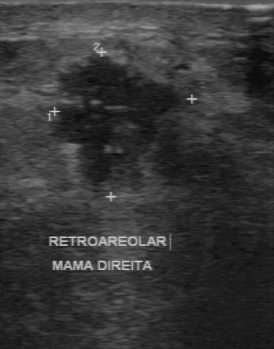
Imaging: breast US.
- BI-RADS: 5
- confirmed outcome (biopsy or follow-up): malignant
- histopathology: invasive ductal carcinoma